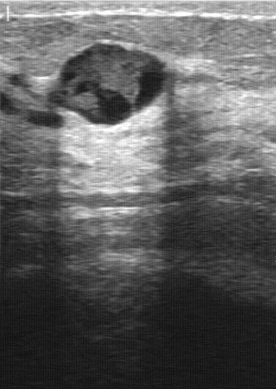
Modality: breast ultrasound scan.
The original reader assigned BI-RADS 4. A second reader, independent of the original assessment, describes a mixed cystic and solid breast lesion with a regular margin; the boundary is clear. The biopsy result was intraductal papilloma; the breast lesion is benign.